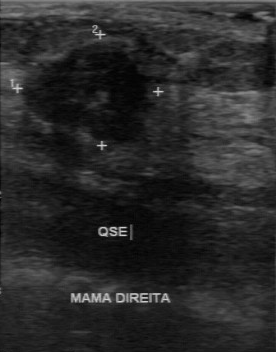
Imaging: B-mode breast ultrasound. Acquired on GE Logiq 7 @10-14MHz.
Lesion region of interest: 22 40 172 146. The finding is malignant on biopsy or follow-up.